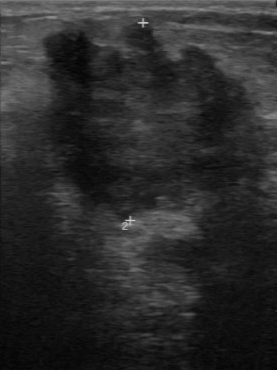
Modality: breast ultrasound scan.
Echogenicity: heterogeneous. Calcifications: none. Lesion boundary: unclear. Lesion margin: irregular.